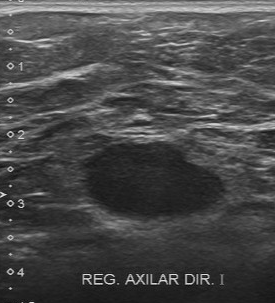
Imaging: breast ultrasound scan.
Lesion characteristics:
- echo pattern: hypoechoic
- biopsy or follow-up result: malignant
- margin: regular
- calcifications: absent
- lesion boundary: clear